Imaging: breast ultrasound image.
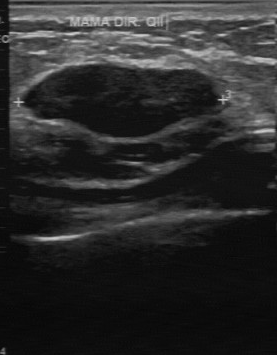
Breast ultrasound image findings:
- internal echoes: hypoechoic
- independent BI-RADS assessment: 3
- calcifications: absent
- boundary: clear
- pathology: fibroadenoma
- confirmed outcome (biopsy or follow-up): benign